Scanner: GE Logiq 5 @10-12MHz. Breast sonogram.
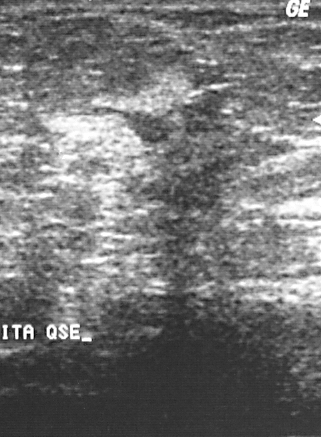
FINDINGS: Breast sonogram. BI-RADS category: 4. Biopsy result: invasive ductal carcinoma.
OUTCOME ON BIOPSY OR FOLLOW-UP: malignant.